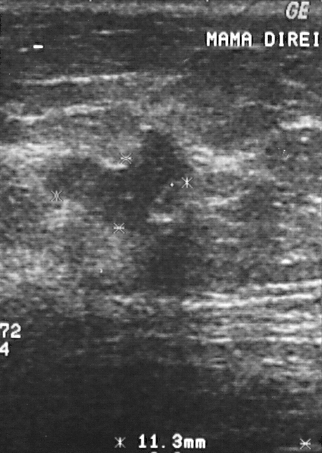
Imaging: breast ultrasound.
Outcome on biopsy or follow-up: malignant.